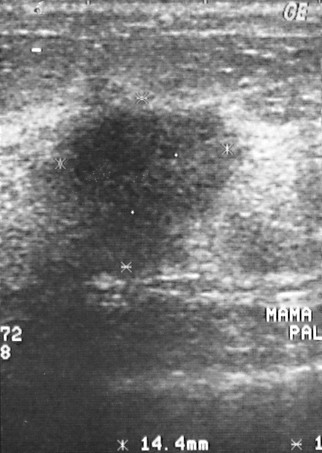
Imaging: B-mode breast ultrasound.
Biopsy or follow-up result: malignant.